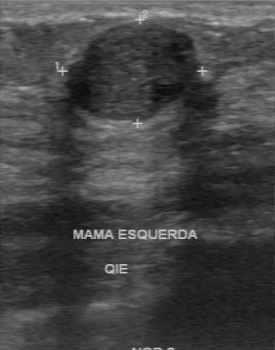
Imaging: B-mode breast ultrasound.
BI-RADS category: 2. Biopsy result: fibroadenoma.
OUTCOME ON BIOPSY OR FOLLOW-UP: benign.